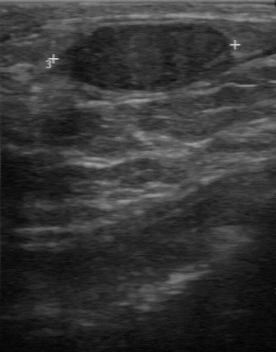
Scanner: GE Logiq 7 @10-14MHz. Imaging: B-mode breast ultrasound.
This B-mode breast ultrasound shows a breast lesion with calcifications: none, hypoechoic echo pattern, clear lesion boundary, regular margin, biopsy or follow-up result: benign.